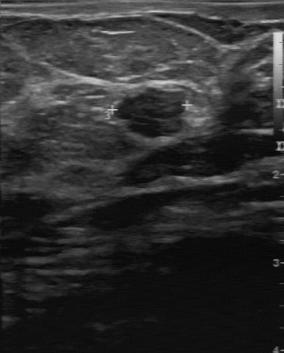
Imaging: breast ultrasound scan.
Coordinates are pixels in the 284x353 image. The mass is located within the bounding box x1=114, y1=89, x2=185, y2=138. BI-RADS 3.